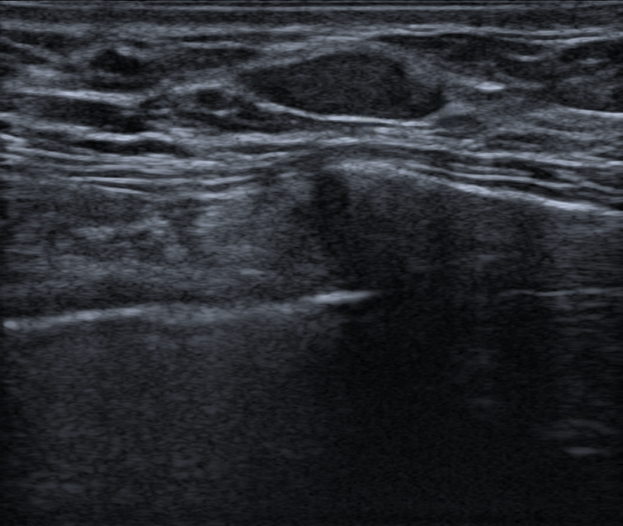
Breast ultrasound image. Age 46.
This breast ultrasound image shows a mass, benign on biopsy or follow-up. (BI-RADS category 3.)